Acquired on GE Logiq 5 @10-12MHz. Modality: B-mode breast ultrasound.
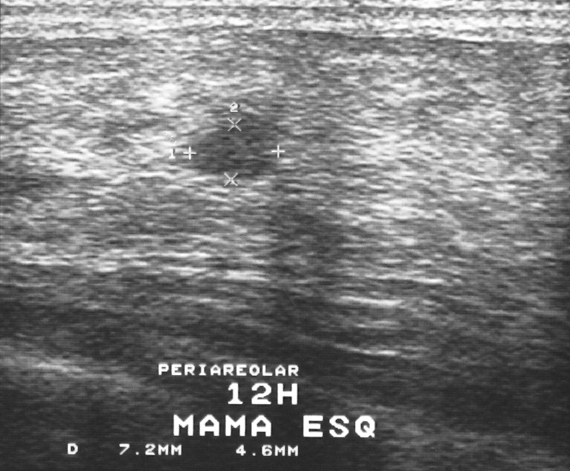
The breast lesion is benign on biopsy or follow-up.